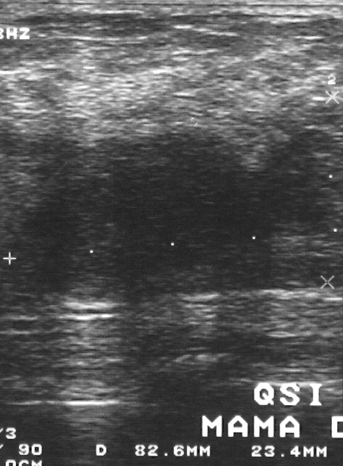
Modality: breast US.
Pixel coordinates (x1, y1, x2, y2): The finding is located within the bounding box top-left (6, 127), bottom-right (334, 302). The finding is malignant on biopsy or follow-up.